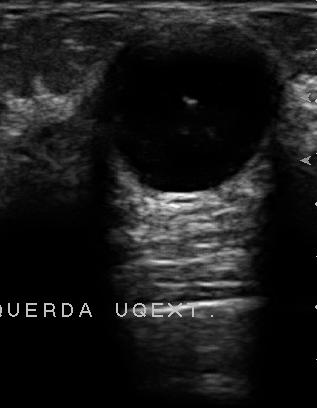
Breast ultrasound scan.
BI-RADS category: 2. Outcome on biopsy or follow-up: benign.
OUTCOME ON BIOPSY OR FOLLOW-UP: benign.